Breast sonogram.
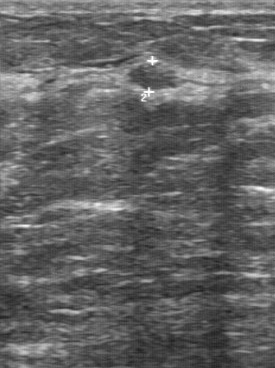
The original reader assigned BI-RADS 4. On a second, independent read, a breast lesion with a regular margin and a clear boundary is seen; it is slightly hypoechoic. Histopathology: fibroadenoma (benign).